Modality: breast sonogram.
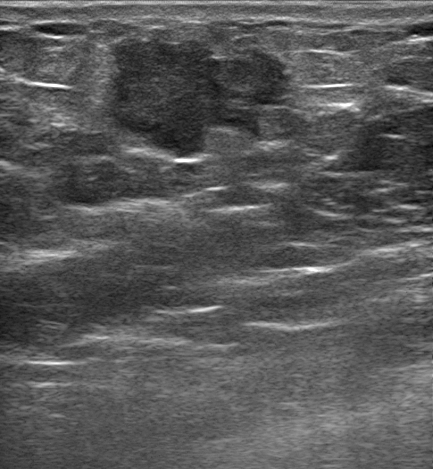
Finding: lesion, malignant on biopsy or follow-up. BI-RADS 5.